Imaging: breast ultrasound.
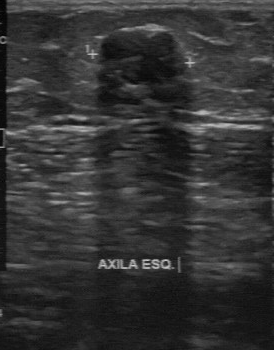
Breast ultrasound findings:
- echo pattern: slightly hypoechoic
- lesion margin: regular
- BI-RADS on independent re-read: 3
- calcifications: absent
- original BI-RADS: 2
- lesion boundary: clear